Imaging: B-mode breast ultrasound. Scanner: GE Logiq 7 @10-14MHz.
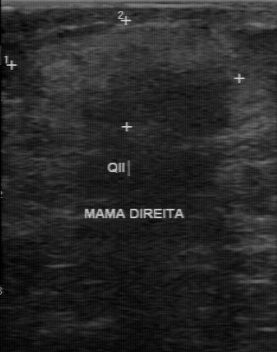
BI-RADS 2 in the original read; on a second read the margin is regular, the boundary fairly clear and the finding isoechoic. Pathology confirmed benign hamartoma.